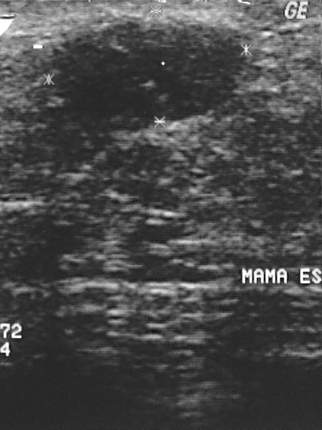
Imaging: B-mode breast ultrasound. Acquired on GE Logiq 5 @10-12MHz.
The lesion is assessed as BI-RADS 2. Biopsy showed fibroadenoma. Outcome on biopsy or follow-up: benign.